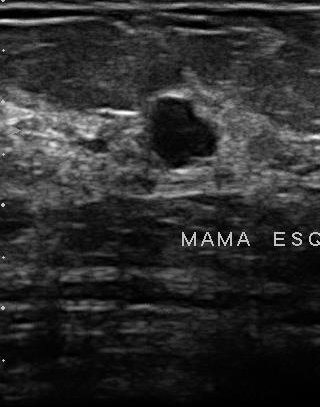
Acquired on U-Systems @10-14MHz. Modality: breast ultrasound scan.
(coordinates in a 320x407 pixel frame) Segment the mass: bounding box [150, 98, 216, 166]. BI-RADS 2.